Imaging: B-mode breast ultrasound.
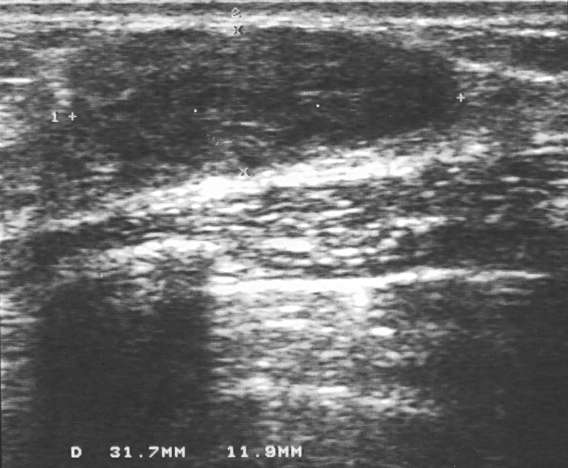
BI-RADS category 3. Biopsy showed fibroadenoma, a benign finding.